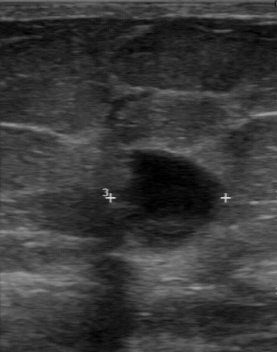
Breast ultrasound image.
The original reader assigned BI-RADS 3.
A second, independent read describes the finding as follows.
Echo pattern: mixed cystic and solid.
Margin: partially regular.
No calcifications are seen.
Boundary: unclear.
The biopsy result was invasive ductal carcinoma; the finding is malignant.